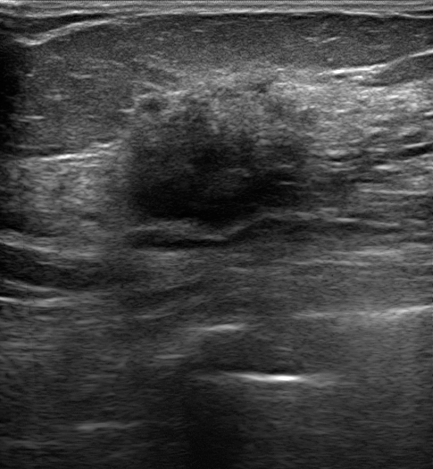
Imaging: breast ultrasound.
Findings: an irregular breast lesion of hypoechoic echotexture with indistinct margins. Posterior features: combined. Skin thickening: none. An echogenic halo is present. The breast lesion is categorized as BI-RADS 5; on biopsy or follow-up it was malignant. Biopsy confirmed invasive lobular carcinoma.